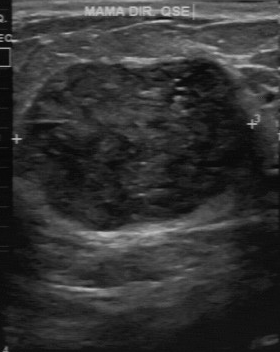
Acquired on GE Logiq 7 @10-14MHz. Imaging: breast sonogram.
The finding was categorized BI-RADS 3 in the original read. A second reader, independent of the original assessment, describes a slightly hypoechoic finding with a regular margin; the boundary is fairly clear. Calcifications: suspected. The biopsy result was phyllodes tumor; the finding is benign.